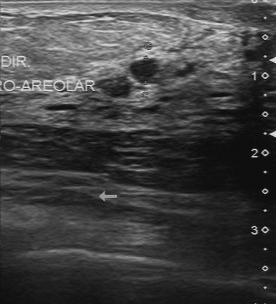
Imaging: B-mode breast ultrasound.
The mass is benign on biopsy or follow-up. (BI-RADS category 2.)